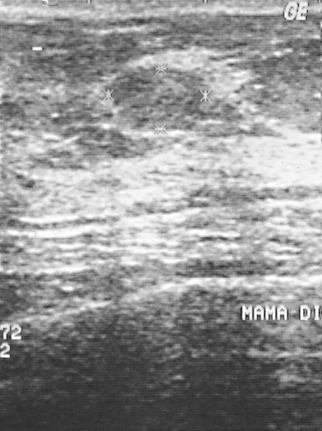
Modality: breast US.
Finding: lesion, benign on biopsy or follow-up.